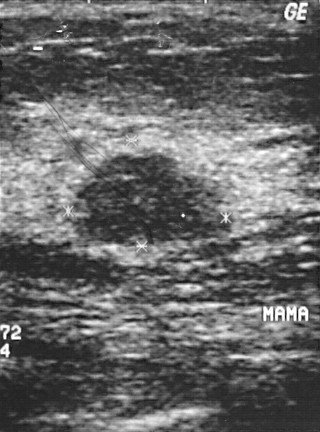
Breast ultrasound image.
A finding is seen with biopsy result: intraductal papilloma, BI-RADS assessment: 3.